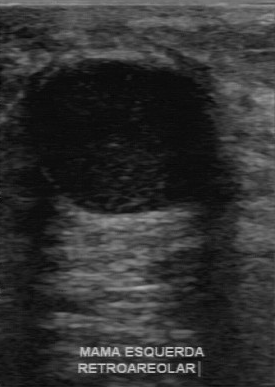
Imaging: breast US.
FINDINGS: Outcome on biopsy or follow-up: benign. Boundary: clear. Internal echoes: hypoechoic. Calcifications: none. Contour: regular.
OUTCOME ON BIOPSY OR FOLLOW-UP: benign.